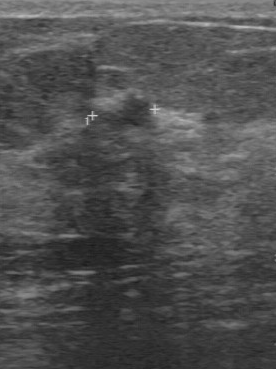
Modality: breast sonogram.
The breast lesion was categorized BI-RADS 4 in the original read.
The following findings are from a second reader, independent of the original assessment.
The margin is partially regular.
The lesion boundary is somewhat unclear.
Internally the breast lesion is hypoechoic.
No calcifications are seen.
The biopsy result was invasive ductal carcinoma; the breast lesion is malignant.